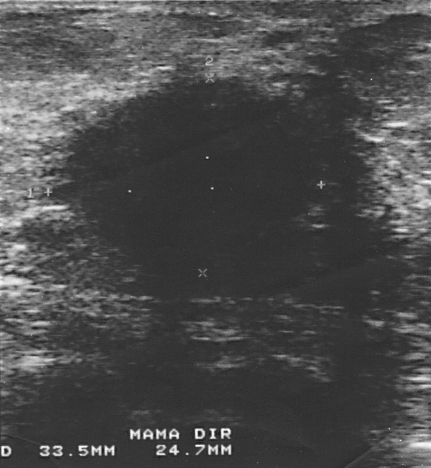
Modality: B-mode breast ultrasound.
The BI-RADS is 4. Confirmed outcome (biopsy or follow-up) is malignant.